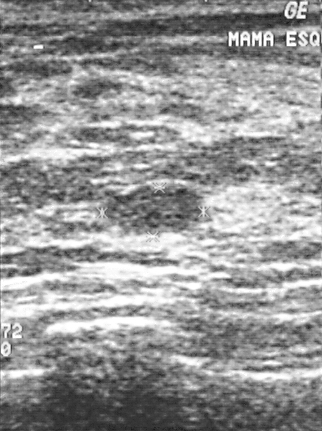
Breast ultrasound scan.
Coordinates are pixels in the 322x431 image. Segment the breast lesion: bounding box top-left (108, 183), bottom-right (199, 234). The breast lesion is benign on biopsy or follow-up. BI-RADS 2.